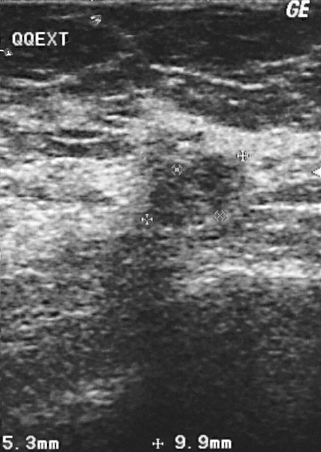
Modality: breast ultrasound scan.
Biopsy or follow-up result: benign. BI-RADS 2.